Acquired on GE Logiq 5 @10-12MHz. Modality: B-mode breast ultrasound.
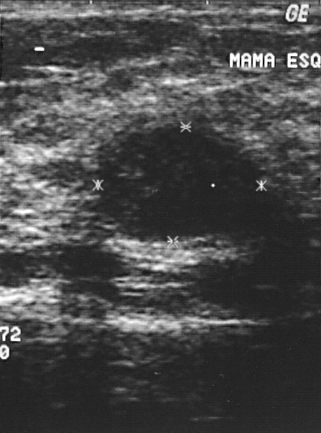
Breast lesion bounding box: 96 125 264 243.